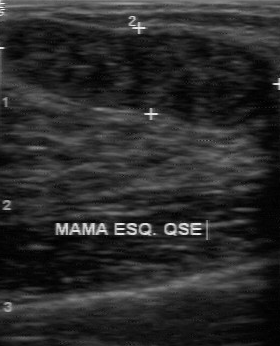
Modality: B-mode breast ultrasound.
Histopathology is fibroadenoma. BI-RADS category is 2. The outcome on biopsy or follow-up is benign.